Acquired on GE Logiq 7 @10-14MHz. Modality: breast sonogram.
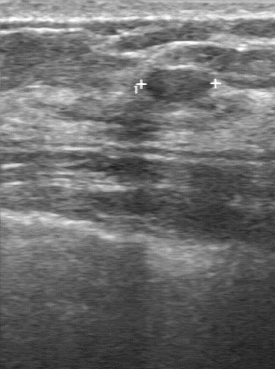
Original-read BI-RADS category: 3. Findings on the second read (an independent reader): a slightly hypoechoic breast lesion, margin regular, boundary clear. There are no calcifications. Histopathology: fibroadenoma (benign).